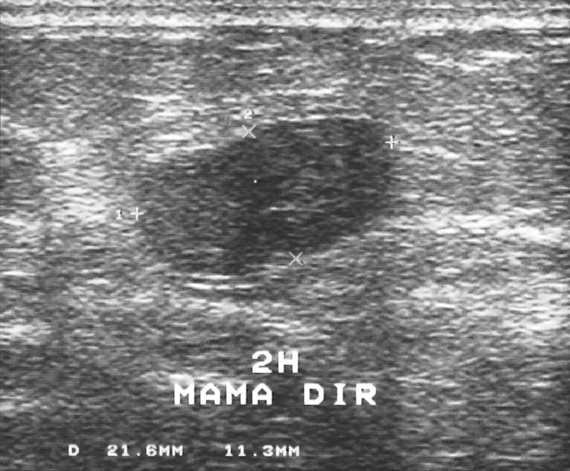
Breast ultrasound scan.
Lesion region of interest: top-left (137, 118), bottom-right (390, 276).